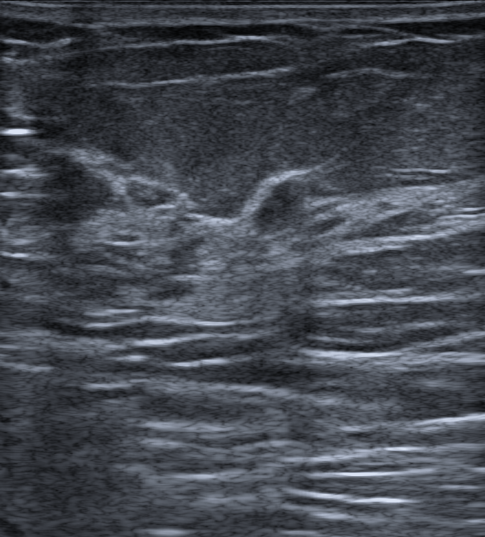
Patient age: 57. Background tissue composition: heterogeneous: predominantly fat. Modality: breast sonogram.
Findings: an oval lesion of hypoechoic echotexture with non-circumscribed (indistinct) margins. There are no posterior features. No echogenic halo is seen. BI-RADS 4B; outcome on biopsy or follow-up: benign. Histopathology: Benign mammary dysplasia.